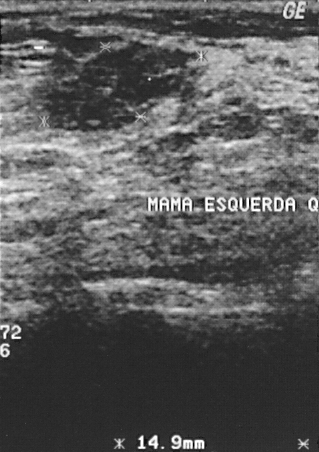
Acquired on GE Logiq 5 @10-12MHz. B-mode breast ultrasound.
(coordinates in a 319x452 pixel frame) Segment the lesion: bounding box (50,41)-(191,132). The lesion is benign on biopsy or follow-up.